Imaging: breast ultrasound.
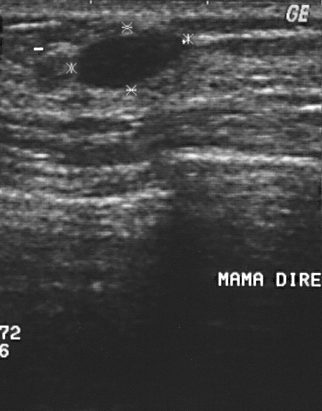
The finding is benign on biopsy or follow-up. (BI-RADS category 2.)